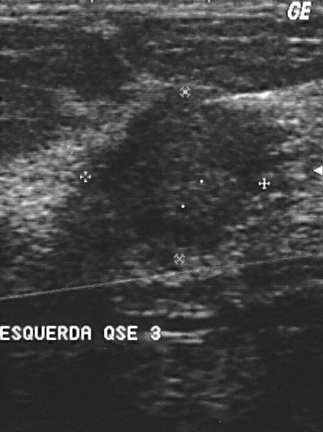
Modality: breast sonogram. Acquired on GE Logiq 5 @10-12MHz.
FINDINGS: Breast sonogram. BI-RADS category: 4.
OUTCOME ON BIOPSY OR FOLLOW-UP: malignant.